Modality: breast US.
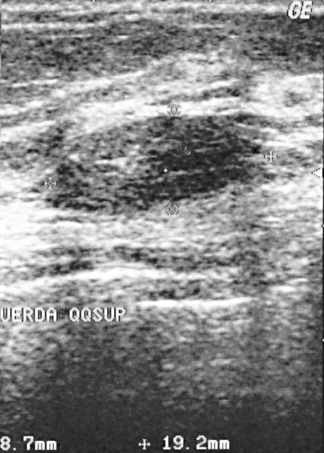
This breast US shows a breast lesion. Assessment: BI-RADS 2. The biopsy result was fibroadenoma; the breast lesion is benign.